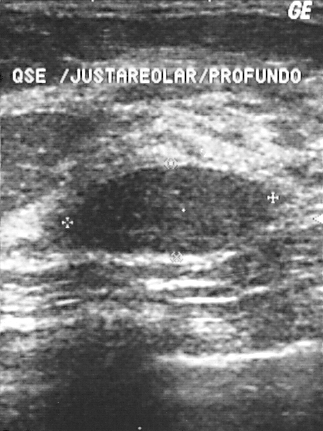
Acquired on GE Logiq 5 @10-12MHz. Imaging: breast ultrasound scan.
Coordinates are pixels in the 323x431 image. The mass occupies approximately [72, 167, 269, 255].